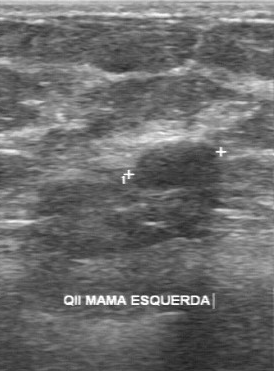
Imaging: breast ultrasound. Acquired on GE Logiq 7 @10-14MHz.
BI-RADS 4 in the original read.
Descriptors from an independent second read (not the reader who assigned the category):
The margin is partially regular.
Boundary: fairly clear.
Echo pattern: slightly hypoechoic.
Calcifications: none.
Histopathology: fibroadenoma (benign).